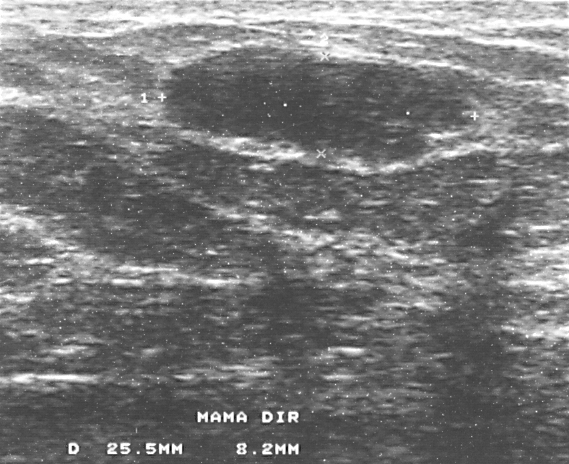
Imaging: B-mode breast ultrasound.
BI-RADS category 3. Histopathology: fibroadenoma (benign). The finding is benign on biopsy or follow-up.